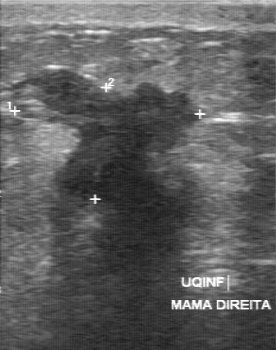
Modality: breast ultrasound scan.
BI-RADS assessment: 5.
OUTCOME ON BIOPSY OR FOLLOW-UP: malignant.